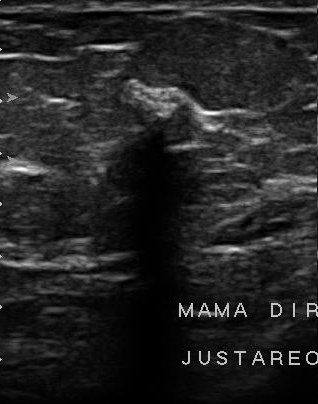
Acquired on U-Systems @10-14MHz. Breast ultrasound scan.
The finding occupies approximately top-left (98, 130), bottom-right (185, 270). The finding is malignant on biopsy or follow-up. BI-RADS 4.